Modality: B-mode breast ultrasound. Scanner: Toshiba Aplio 300 @12-14 MHz.
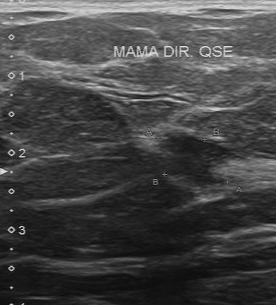
(coordinates in a 276x305 pixel frame) Lesion region of interest: [154, 130, 245, 185]. The mass is malignant on biopsy or follow-up.